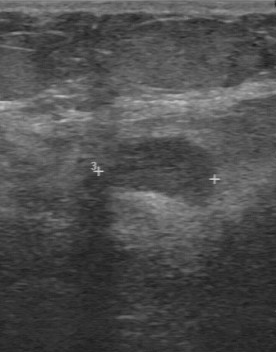
Imaging: B-mode breast ultrasound.
This B-mode breast ultrasound shows a lesion with clear lesion boundary, hypoechoic internal echoes, pathology: fibroadenoma, outcome on biopsy or follow-up: benign, regular contour, calcifications: absent.